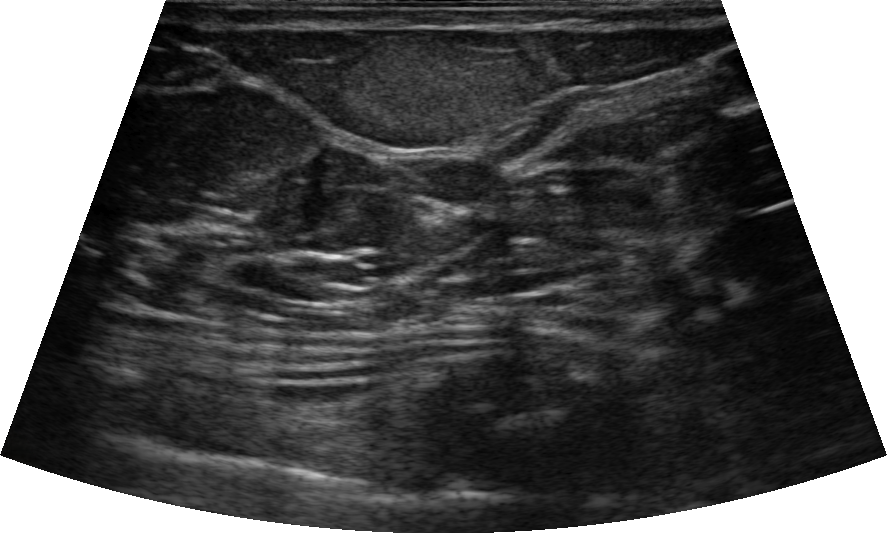
Imaging: B-mode breast ultrasound. Background echotexture is heterogeneous: predominantly fat. Age 78.
There is no echogenic halo. Skin thickening: none. Echogenicity: hyperechoic. It has an oval shape. No posterior acoustic features are seen. There are no calcifications. The margin is circumscribed. The finding was confirmed by follow-up care. Biopsy or follow-up result: benign. BI-RADS category 2.